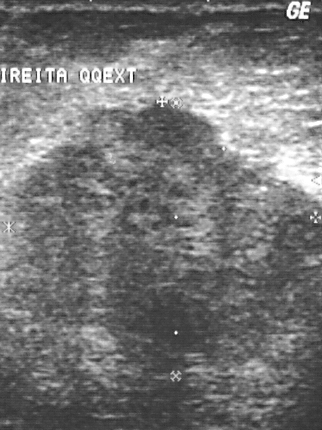
B-mode breast ultrasound.
A mass is seen with pathology: invasive ductal carcinoma, BI-RADS category: 5.